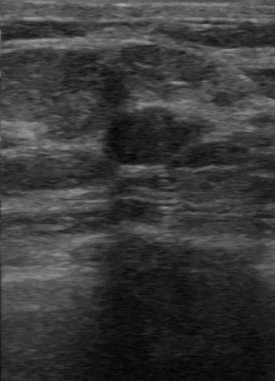
Modality: breast ultrasound image.
BI-RADS assessment is 3. Histopathology: fibroadenoma.